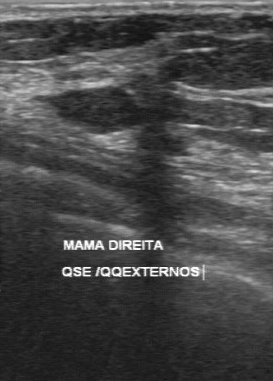
Breast ultrasound.
Original-read BI-RADS category: 2. A second reader, independent of the original assessment, describes a hypoechoic finding with a regular margin; the boundary is clear. Histopathology: fibroadenoma (benign).